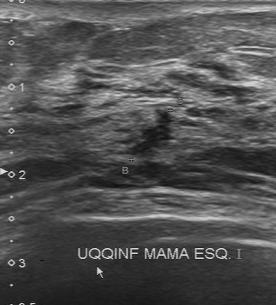
B-mode breast ultrasound. Acquired on Toshiba Aplio 300 @12-14 MHz.
Echogenicity: slightly hypoechoic. BI-RADS on independent re-read: 4A. Boundary: somewhat unclear. Contour: partially regular. Original BI-RADS: 4.
OUTCOME ON BIOPSY OR FOLLOW-UP: malignant.